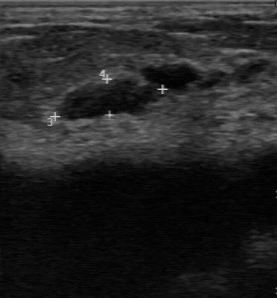
Modality: breast sonogram.
Breast sonogram findings:
- original BI-RADS: 2
- lesion boundary: clear
- pathology: cyst
- BI-RADS (second read): 3